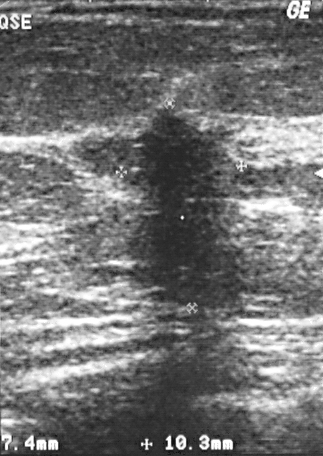
Breast US. Scanner: GE Logiq 5 @10-12MHz.
The finding is malignant on biopsy or follow-up. BI-RADS category 5. Histopathology: invasive ductal carcinoma.